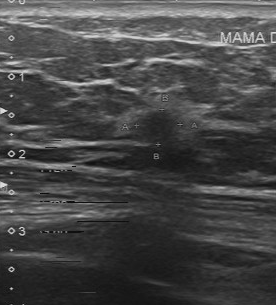
Modality: breast ultrasound.
Breast ultrasound findings:
- BI-RADS: 4